Acquired on GE Logiq 7 @10-14MHz. Modality: breast ultrasound scan.
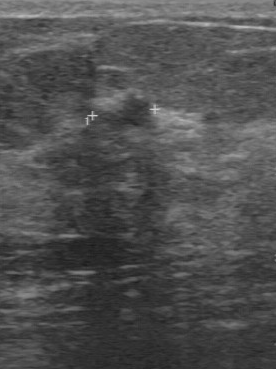
This breast ultrasound scan shows a finding with calcifications: absent, independent BI-RADS assessment: 3, hypoechoic echo pattern, somewhat unclear boundary.